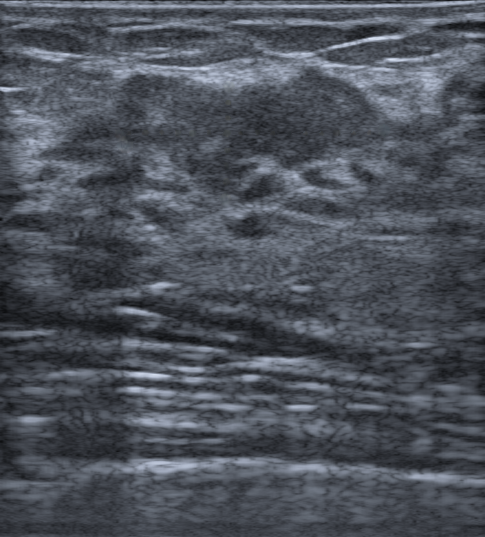
B-mode breast ultrasound. Background echotexture is homogeneous: fibroglandular. Patient age: 50.
Pixel coordinates (x1, y1, x2, y2): Lesion region of interest: 113 64 383 199.